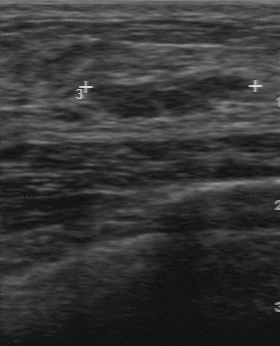
Imaging: breast ultrasound image.
No calcifications are seen. Echo pattern: hypoechoic. Margin: regular. BI-RADS (second read): 3. Boundary: clear.